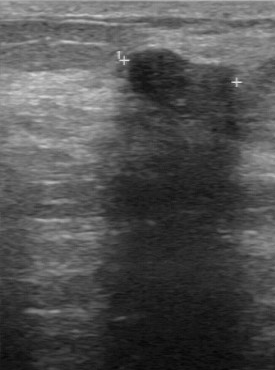
Imaging: breast US.
Breast US findings:
- histopathology: fibroadenoma
- BI-RADS: 3